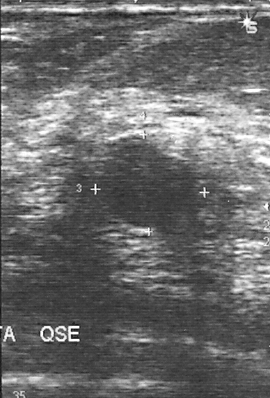
Acquired on GE Logiq 5 @10-12MHz. Imaging: B-mode breast ultrasound.
Coordinates are pixels in the 270x398 image. Breast lesion bounding box: [95, 141, 201, 227]. The breast lesion is benign on biopsy or follow-up.